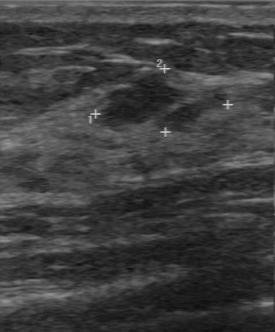
Imaging: breast ultrasound. Scanner: GE Logiq 7 @10-14MHz.
A finding is seen with hypoechoic echo pattern, somewhat unclear lesion boundary, calcifications: none, regular margin.